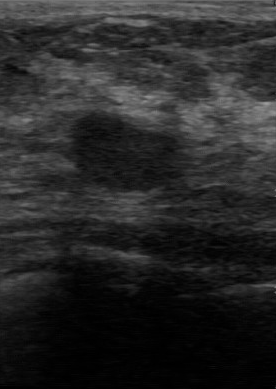
Modality: B-mode breast ultrasound.
This B-mode breast ultrasound shows a finding with BI-RADS assessment: 3, biopsy result: fibroadenoma, outcome on biopsy or follow-up: benign.